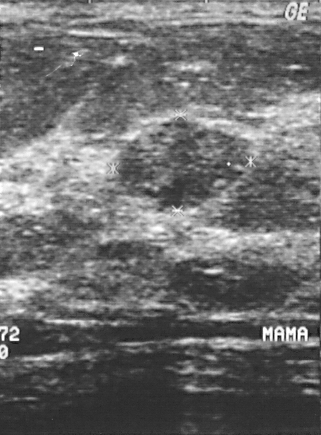
Modality: breast ultrasound image.
Histopathology: fibroadenoma (benign).
Outcome on biopsy or follow-up: benign.
BI-RADS category 4.